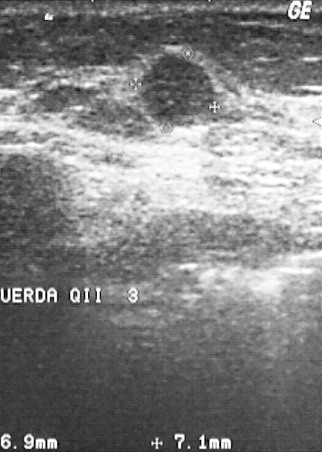
Imaging: breast US. Acquired on GE Logiq 5 @10-12MHz.
- biopsy or follow-up result: malignant
- biopsy result: papillary carcinoma
- BI-RADS: 3